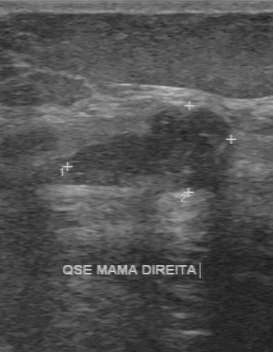
Imaging: breast ultrasound image.
Breast lesion: benign on biopsy or follow-up.